Breast US.
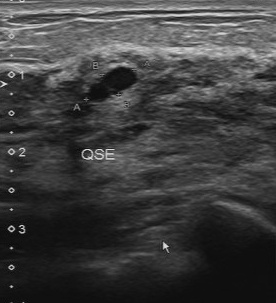
BI-RADS (second read) is 3. Margin is regular.